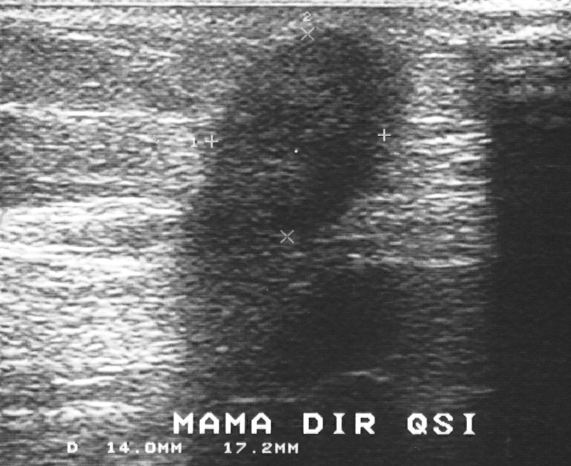
Modality: B-mode breast ultrasound.
This B-mode breast ultrasound shows a lesion. It was assessed as BI-RADS 4. Pathology confirmed malignant invasive ductal carcinoma.